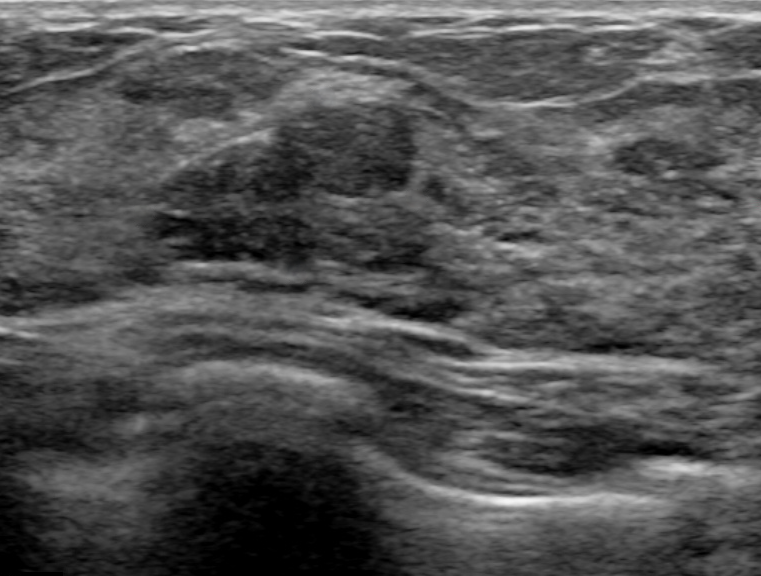
Background tissue composition: lactating and heterogeneous: predominantly fibroglandular. Breast US.
No skin thickening is seen.
Posterior features: none.
Shape: irregular.
Echogenicity: hypoechoic.
Calcifications: none.
Echogenic halo: absent.
Margins are circumscribed.
Radiologic interpretation: Fibroadenoma.
The finding was confirmed by follow-up care.
BI-RADS assessment: 3.
Outcome on biopsy or follow-up: benign.